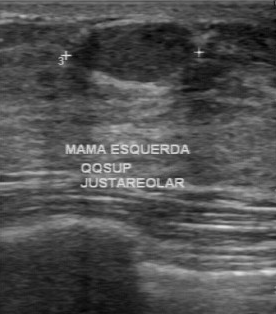
B-mode breast ultrasound.
Echogenicity: hypoechoic. Margin is regular. Calcifications are absent. The boundary is clear. Pathology: fibroadenoma.